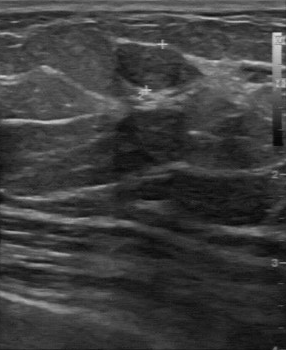
Breast US.
The mass was assessed as BI-RADS 3 by the original reader. The following findings are from a second reader, independent of the original assessment. Internally the mass is slightly hypoechoic. Boundary: clear. No calcifications are seen. The mass has a regular margin. Histopathology: fibroadenoma (benign).